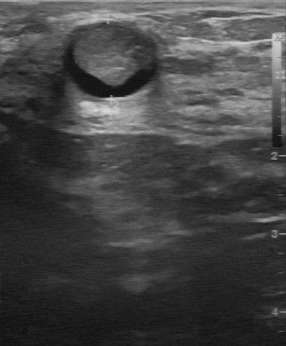
Breast US. Scanner: GE Logiq 7 @10-14MHz.
Biopsy result: intraductal papilloma. Boundary: clear. Echo pattern: mixed cystic and solid. Lesion margin: regular. Calcifications: absent.